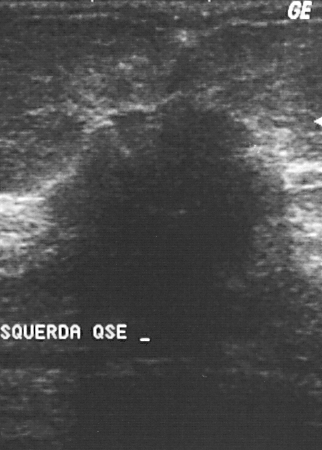
B-mode breast ultrasound.
Histopathology: invasive ductal carcinoma. Biopsy or follow-up result: malignant. Assigned BI-RADS 5.